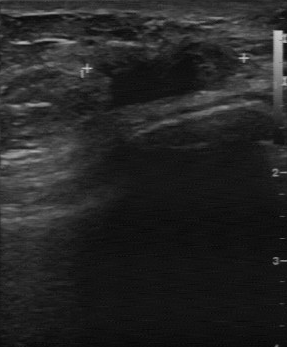
Imaging: breast US.
The independent BI-RADS assessment is 4A. Echogenicity: hypoechoic. Contour: partially regular. The original BI-RADS is 4. Calcifications are absent. Lesion boundary is somewhat unclear.